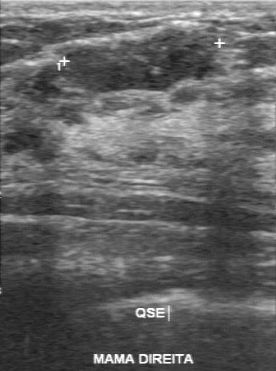
Breast sonogram.
Finding: mass, benign on biopsy or follow-up.